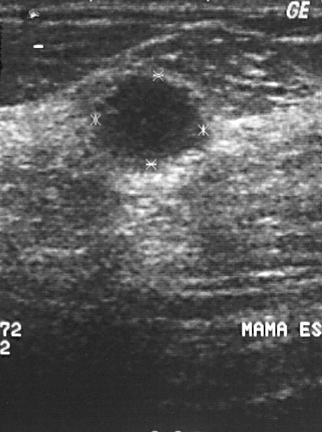
B-mode breast ultrasound.
Biopsy showed invasive ductal carcinoma.
BI-RADS category 4.
Outcome on biopsy or follow-up: malignant.